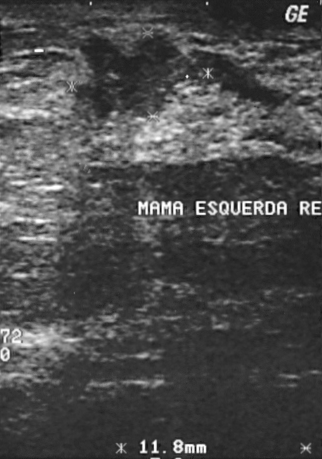
Imaging: breast US.
(coordinates in a 322x459 pixel frame) The breast lesion occupies approximately top-left (76, 33), bottom-right (219, 119).